Modality: breast ultrasound scan.
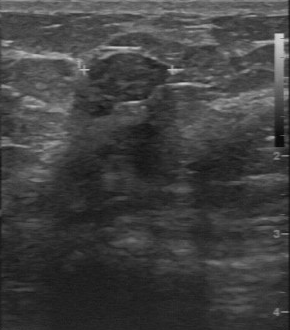
- echo pattern: slightly hypoechoic
- lesion boundary: clear
- calcifications: absent
- margin: regular